Modality: breast sonogram.
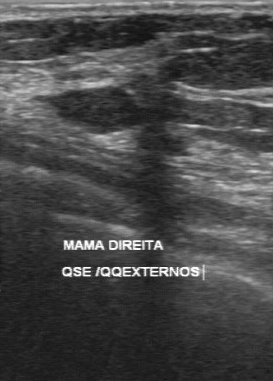
A mass is seen with BI-RADS on independent re-read: 3, regular lesion margin, outcome on biopsy or follow-up: benign, hypoechoic echo pattern, calcifications: none, biopsy result: fibroadenoma, original BI-RADS: 2.